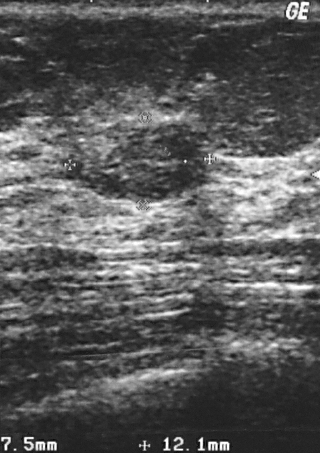
Modality: breast ultrasound image.
BI-RADS assessment: 3.
Histopathology: fibrocystic changes (benign).